Modality: breast US. Scanner: GE Logiq 5 @10-12MHz.
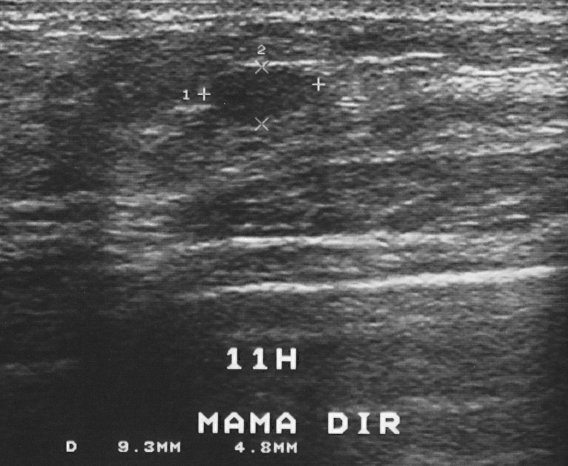
A mass is seen. BI-RADS category 2. Biopsy showed fibrocystic changes, a benign finding.